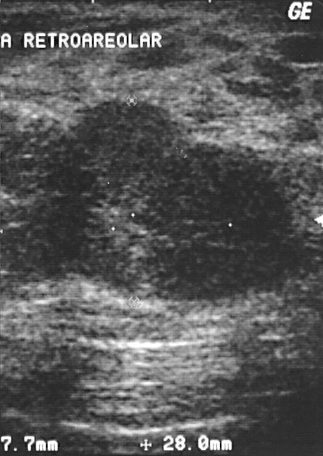
Scanner: GE Logiq 5 @10-12MHz. Modality: breast ultrasound image.
Lesion region of interest: top-left (33, 99), bottom-right (313, 305). BI-RADS 4.